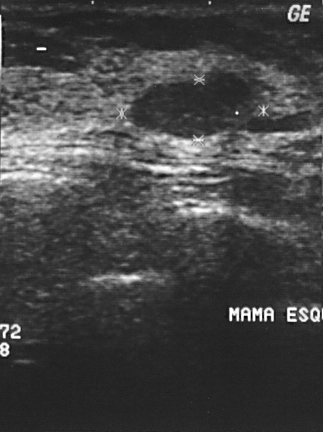
Imaging: breast ultrasound image.
A lesion is present on this breast ultrasound image. BI-RADS category 2. Biopsy showed fibroadenoma, a benign finding.